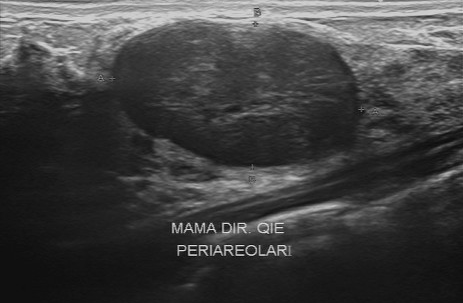
Imaging: breast ultrasound image.
Original-read BI-RADS category: 3. The following findings are from a second reader, independent of the original assessment. The margin is regular. Its boundary is clear. Echo pattern: hypoechoic. Calcifications: none. Histopathology: fibroadenoma (benign).